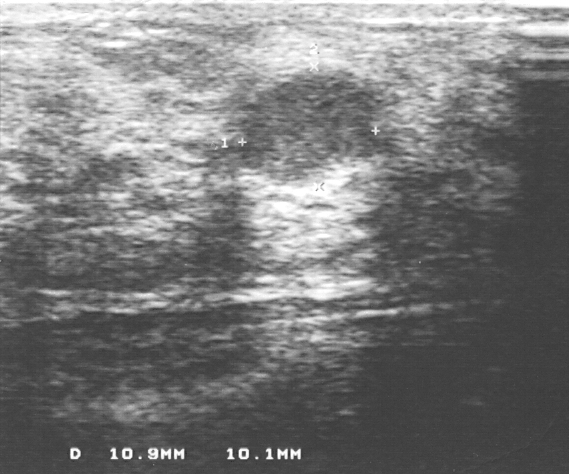
Imaging: breast US.
This breast US shows a finding, benign on biopsy or follow-up. BI-RADS 3.